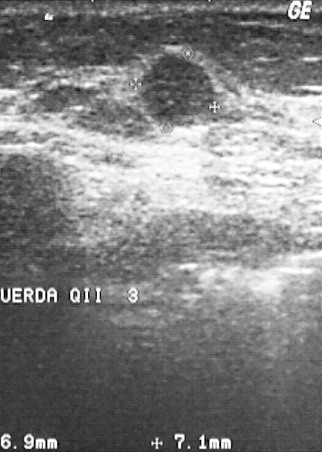
B-mode breast ultrasound.
This B-mode breast ultrasound shows a mass. Assessment: BI-RADS 3. The biopsy result was papillary carcinoma; the mass is malignant.